Modality: breast ultrasound image.
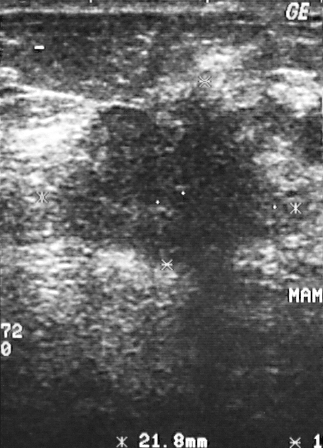
Pixel coordinates (x1, y1, x2, y2): Segment the lesion: bounding box (41,85)-(296,277).